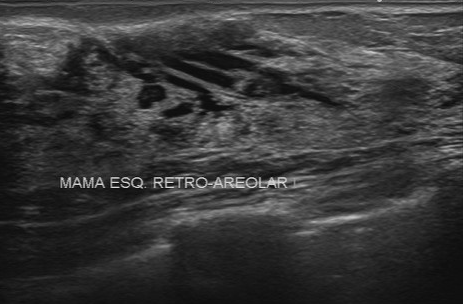
Breast ultrasound image.
The lesion was assessed as BI-RADS 4 by the original reader. The following findings are from a second reader, independent of the original assessment. The lesion has an irregular margin. The lesion boundary is unclear. Internally the lesion is heterogeneous. Calcifications: none. Histopathology: fibrocystic changes (benign).